Modality: breast ultrasound. Scanner: GE Logiq 7 @10-14MHz.
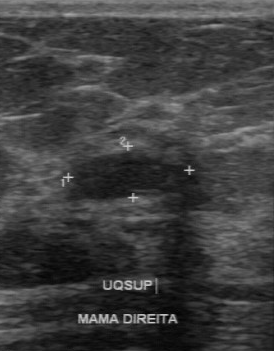
The lesion boundary is clear. No calcifications are seen. The margin is regular. Internal echoes: hypoechoic.